Breast ultrasound. Patient age: 53.
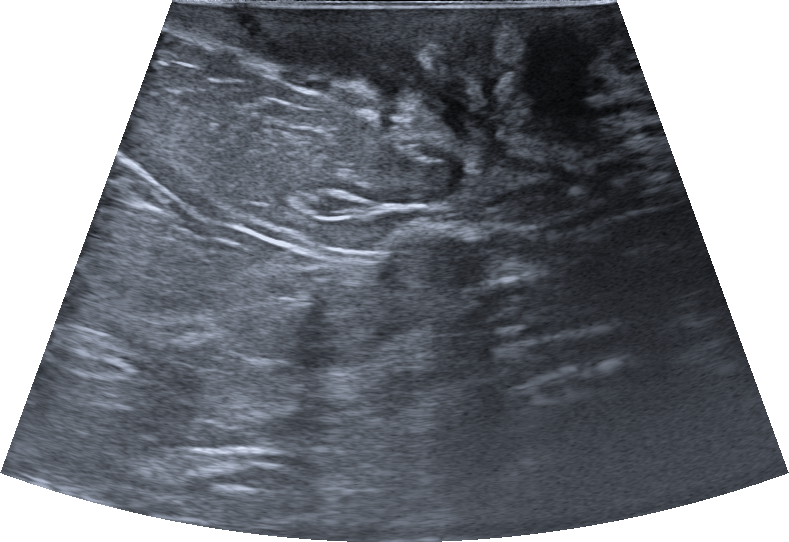
Biopsy or follow-up result: benign. (BI-RADS category 2.)